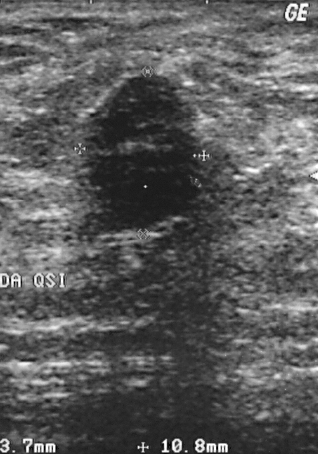
Acquired on GE Logiq 5 @10-12MHz. Breast ultrasound.
This breast ultrasound shows a lesion. BI-RADS category 4. The biopsy result was fibroadenoma; the lesion is benign.